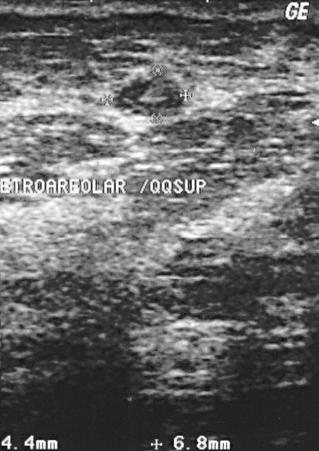
Breast sonogram.
Lesion characteristics:
- BI-RADS: 2
- outcome on biopsy or follow-up: benign